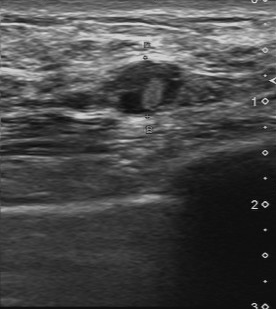
B-mode breast ultrasound. Acquired on Toshiba Aplio 300 @12-14 MHz.
B-mode breast ultrasound findings:
- calcifications: none
- biopsy or follow-up result: benign
- margin: regular
- internal echoes: heterogeneous
- boundary: clear